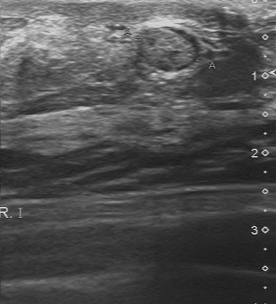
Modality: breast sonogram. Scanner: Toshiba Aplio 300 @12-14 MHz.
This breast sonogram shows a breast lesion with clear lesion boundary, isoechoic internal echoes, calcifications: absent, regular contour.